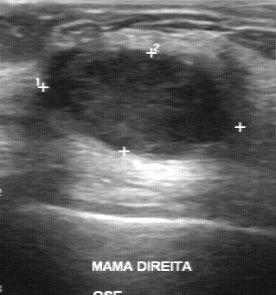
Modality: breast ultrasound image.
FINDINGS: Breast ultrasound image. Pathology: invasive ductal carcinoma. Calcifications: none. Lesion margin: regular. Lesion boundary: clear. BI-RADS (second read): 3. Echo pattern: slightly hypoechoic.